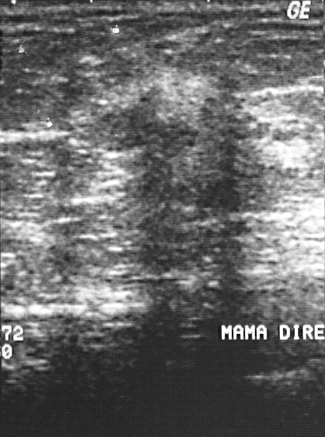
Breast US.
A breast lesion is seen with biopsy result: invasive ductal carcinoma, BI-RADS assessment: 4, biopsy or follow-up result: malignant.